Imaging: breast US.
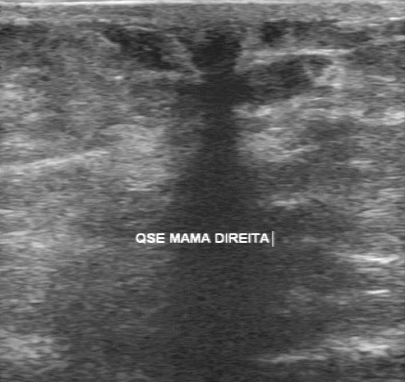
The original reader assigned BI-RADS 5. A second reader, independent of the original assessment, describes a hypoechoic breast lesion with an irregular margin; the boundary is unclear. The biopsy result was invasive lobular carcinoma; the breast lesion is malignant.